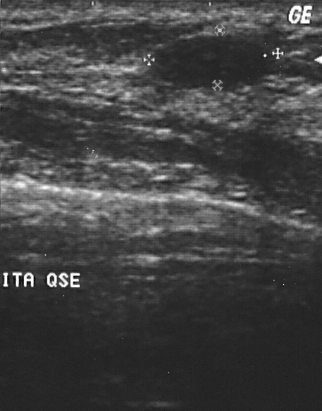
Modality: breast ultrasound scan.
This breast ultrasound scan shows a finding. BI-RADS category 2. Histopathology: cyst (benign).